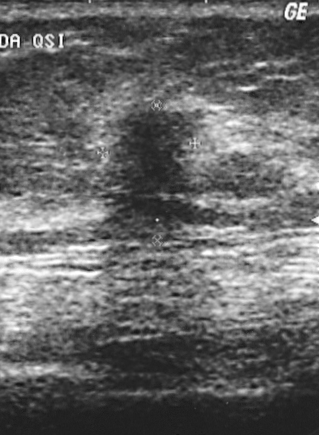
Acquired on GE Logiq 5 @10-12MHz. Breast ultrasound.
Segment the mass: bounding box [107, 106, 201, 243]. The mass is malignant on biopsy or follow-up.